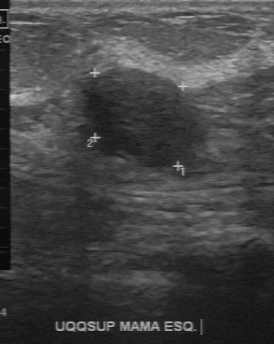
Imaging: breast US.
FINDINGS: Breast US. BI-RADS: 4.
OUTCOME ON BIOPSY OR FOLLOW-UP: benign.